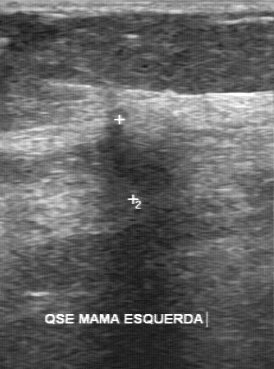
Imaging: breast sonogram.
(coordinates in a 274x369 pixel frame) Lesion region of interest: x1=77, y1=123, x2=193, y2=230.